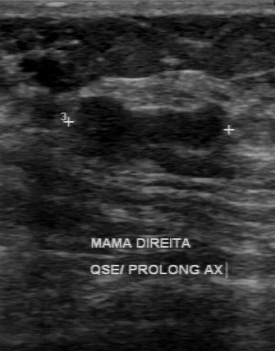
Modality: breast US.
Biopsy or follow-up result: benign. BI-RADS 4.